Imaging: breast US.
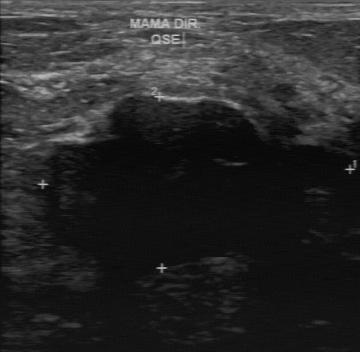
FINDINGS: Internal echoes: hypoechoic. Calcifications: absent. Boundary: unclear. Contour: irregular.
OUTCOME ON BIOPSY OR FOLLOW-UP: benign.